Acquired on GE Logiq 7 @10-14MHz. B-mode breast ultrasound.
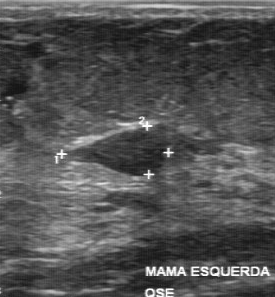
The biopsy result is fibroadenoma. The BI-RADS on independent re-read is 3. The echo pattern is hypoechoic. The BI-RADS (first reader) is 4. Boundary: clear.